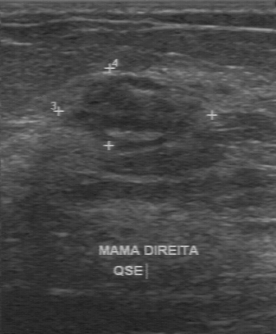
Acquired on GE Logiq 7 @10-14MHz. Modality: B-mode breast ultrasound.
Mass bounding box: 64 74 206 150. The mass is malignant on biopsy or follow-up.